Imaging: breast ultrasound image.
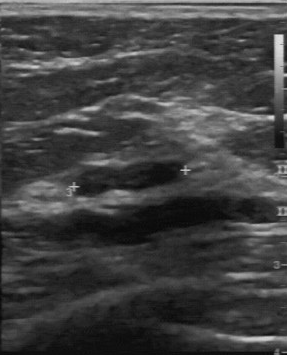
The breast lesion demonstrates BI-RADS category: 2, pathology: cyst.